Breast sonogram.
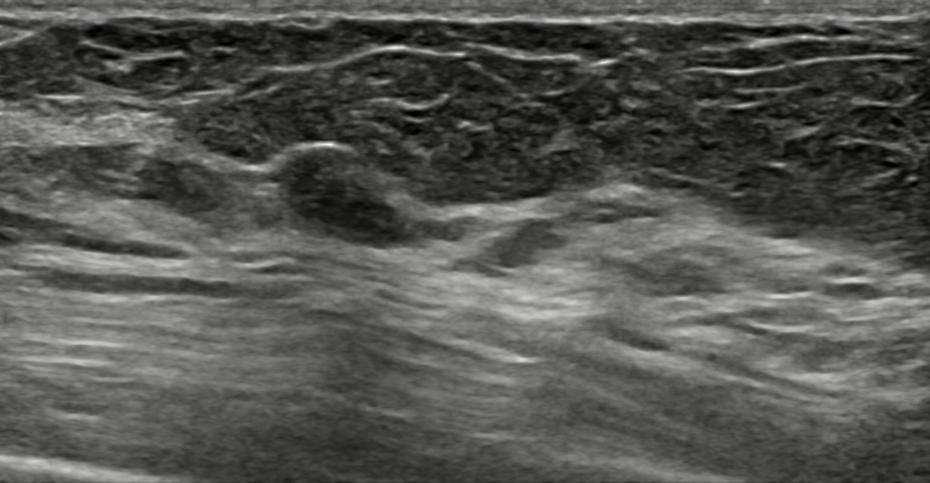
Pixel coordinates (x1, y1, x2, y2): The lesion occupies approximately (255,140)-(421,251). The lesion is benign on biopsy or follow-up. BI-RADS 3.